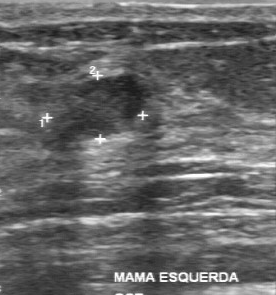
Imaging: breast sonogram.
The mass was categorized BI-RADS 2 in the original read. On a second, independent read, a mass with a partially regular margin and a fairly clear boundary is seen; it is slightly hypoechoic. Pathology confirmed benign fibroadenoma.